Acquired on GE Logiq 7 @10-14MHz. Breast ultrasound.
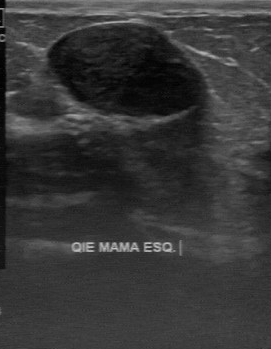
Biopsy or follow-up result: benign. BI-RADS 2.